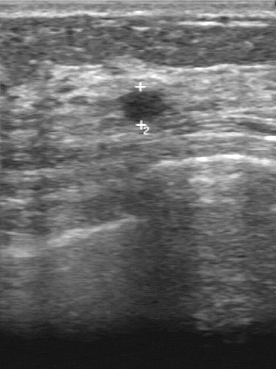
Modality: breast sonogram.
Lesion region of interest: [122, 92, 163, 121]. The lesion is benign on biopsy or follow-up. BI-RADS 2.